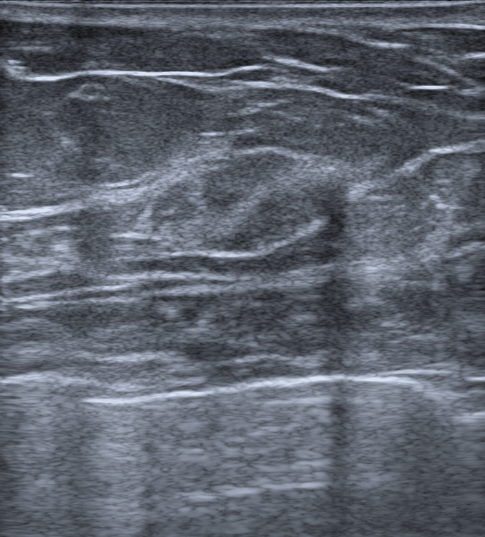
Imaging: breast ultrasound image.
- skin thickening: none
- borders: circumscribed
- BI-RADS category: 4A
- outcome on biopsy or follow-up: benign
- echogenic halo: none
- posterior features: absent
- echogenicity: isoechoic
- calcifications: none
- shape: oval